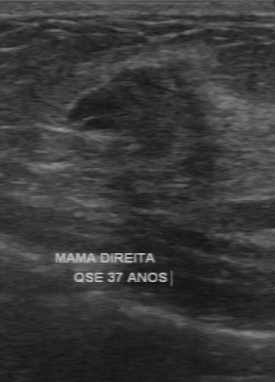
Acquired on GE Logiq 7 @10-14MHz. Breast ultrasound image.
FINDINGS: Breast ultrasound image. Lesion margin: partially regular. Biopsy or follow-up result: benign. Boundary: somewhat unclear. Internal echoes: slightly hypoechoic. Calcifications: none.